Imaging: breast ultrasound scan. Scanner: GE Logiq 7 @10-14MHz.
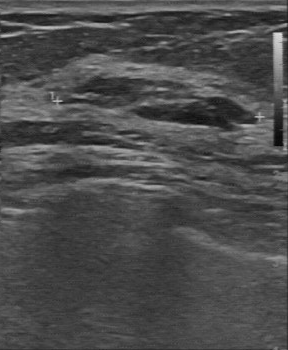
The mass demonstrates BI-RADS assessment: 2, confirmed outcome (biopsy or follow-up): benign.